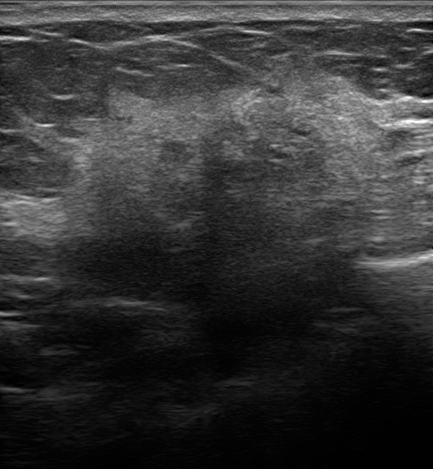
Breast ultrasound scan.
Outcome on biopsy or follow-up: malignant. BI-RADS 5.